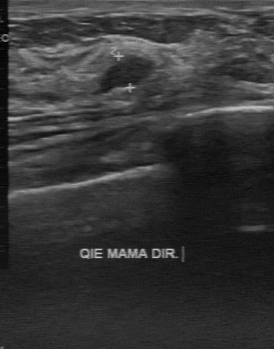
Modality: breast ultrasound image. Acquired on GE Logiq 7 @10-14MHz.
The finding was categorized BI-RADS 3 in the original read. On a second read by an independent reader: The margin is regular. The lesion boundary is clear. Internally the finding is hypoechoic. Calcifications: none. Biopsy showed fibroadenoma, a benign finding.